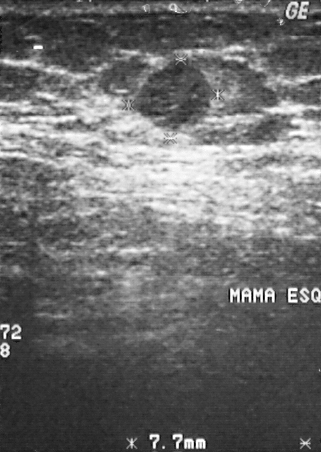
Breast sonogram.
Pixel coordinates (x1, y1, x2, y2): Segment the breast lesion: bounding box (131,59)-(214,130). BI-RADS 3.